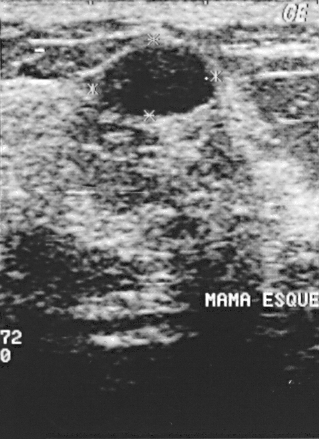
Breast sonogram.
(coordinates in a 319x439 pixel frame) Lesion region of interest: top-left (99, 48), bottom-right (213, 115). BI-RADS 2.